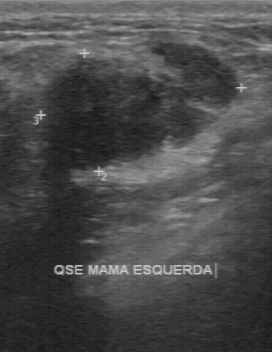
Acquired on GE Logiq 7 @10-14MHz. Imaging: breast US.
Breast US findings:
- BI-RADS: 3